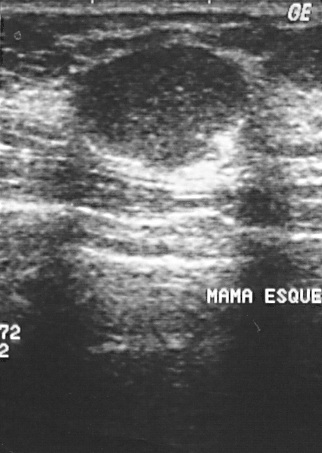
Modality: breast ultrasound scan. Scanner: GE Logiq 5 @10-12MHz.
The breast lesion is malignant on biopsy or follow-up. BI-RADS 2.